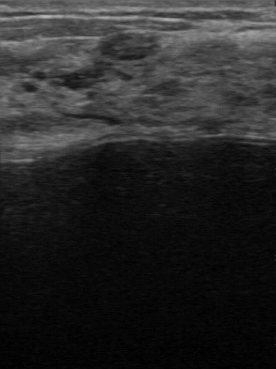
Imaging: breast ultrasound image.
(coordinates in a 276x369 pixel frame) Lesion region of interest: [99, 32, 160, 61]. BI-RADS 3.